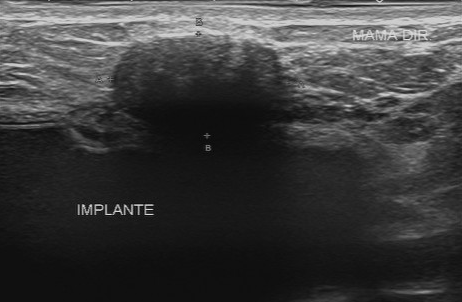
Modality: breast ultrasound scan.
The finding is benign on biopsy or follow-up.